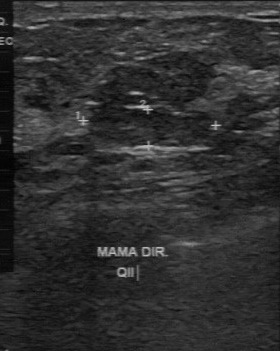
Breast US.
The BI-RADS is 3. Biopsy or follow-up result: benign.